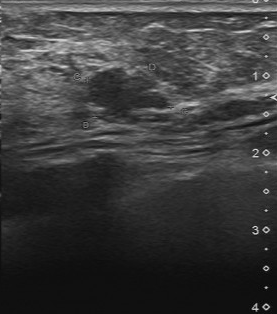
Breast US. Acquired on Toshiba Aplio 300 @12-14 MHz.
This breast US shows a mass with biopsy result: intraductal papilloma, independent BI-RADS assessment: 4A, partially regular margin.